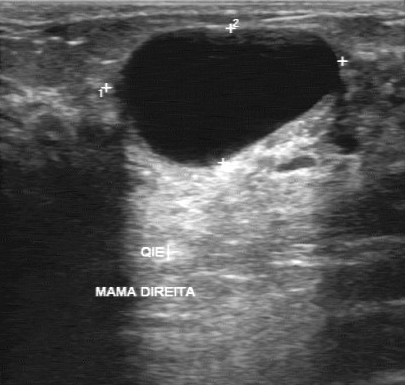
Imaging: breast sonogram.
- calcifications: none
- echogenicity: anechoic
- contour: regular
- boundary: clear